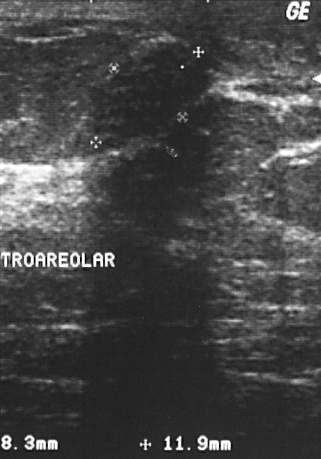
Acquired on GE Logiq 5 @10-12MHz. Modality: breast US.
The breast lesion is benign on biopsy or follow-up.